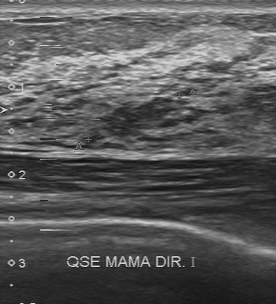
Modality: breast ultrasound scan.
This breast ultrasound scan shows a finding, benign on biopsy or follow-up. BI-RADS 4.